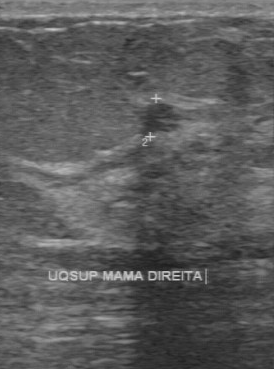
Imaging: breast ultrasound. Scanner: GE Logiq 7 @10-14MHz.
BI-RADS 4 in the original read; on a second read the margin is regular, the boundary clear and the mass hypoechoic. Biopsy showed invasive ductal carcinoma, a malignant finding.